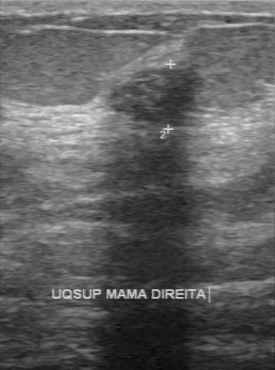
Breast sonogram.
FINDINGS: Histopathology: fibroadenoma. Biopsy or follow-up result: benign. BI-RADS category: 3.
OUTCOME ON BIOPSY OR FOLLOW-UP: benign.